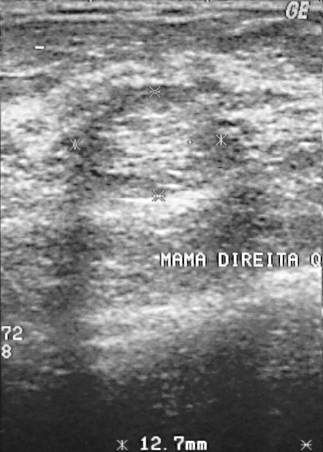
Scanner: GE Logiq 5 @10-12MHz. Imaging: B-mode breast ultrasound.
Lesion characteristics:
- BI-RADS: 2